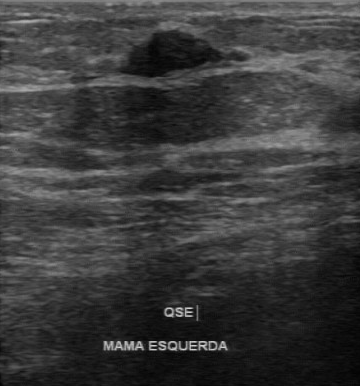
Modality: breast ultrasound.
The breast lesion is benign on biopsy or follow-up. BI-RADS 4.